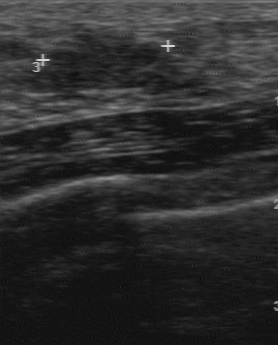
Scanner: GE Logiq 7 @10-14MHz. Breast ultrasound image.
This breast ultrasound image shows a finding with fairly clear boundary, partially regular contour, hypoechoic echo pattern, calcifications: none.